Imaging: B-mode breast ultrasound.
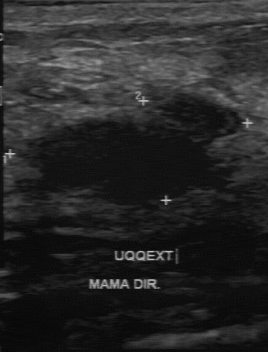
Lesion characteristics:
- histopathology: fibroadenoma
- BI-RADS: 4